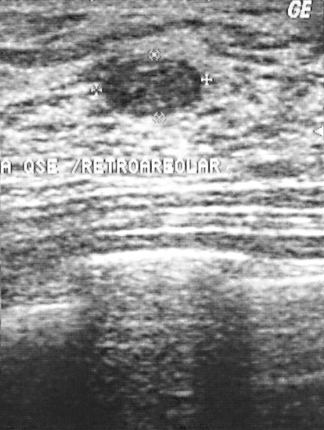
Modality: breast ultrasound scan.
The lesion occupies approximately [103, 58, 201, 116].